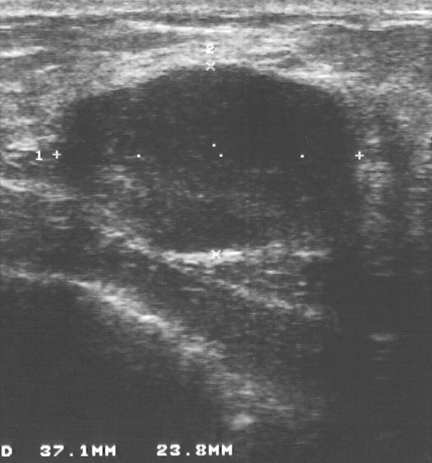
Breast ultrasound.
Pathology confirmed fibroadenoma.
BI-RADS assessment: 3.
Biopsy or follow-up result: benign.